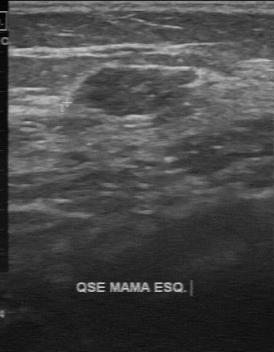
Modality: breast ultrasound scan.
This breast ultrasound scan shows a lesion with fairly clear lesion boundary, BI-RADS (second read): 3.